Modality: breast sonogram.
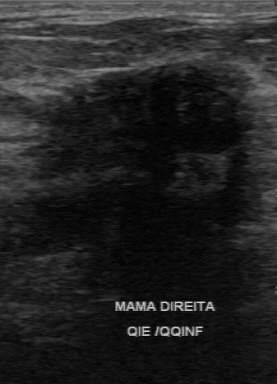
(coordinates in a 277x384 pixel frame) The breast lesion occupies approximately top-left (41, 63), bottom-right (243, 175). The breast lesion is malignant on biopsy or follow-up.